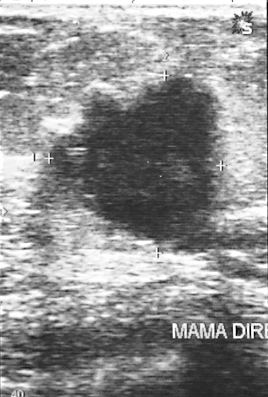
Breast sonogram. Acquired on GE Logiq 5 @10-12MHz.
Lesion region of interest: top-left (48, 75), bottom-right (221, 245). The breast lesion is malignant on biopsy or follow-up.